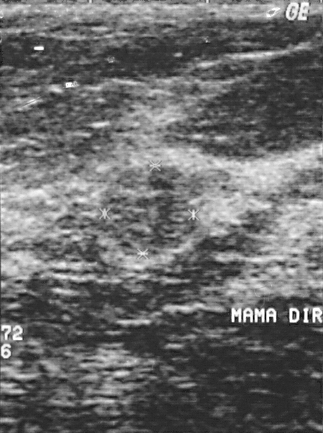
Modality: breast US.
Outcome on biopsy or follow-up: benign. (BI-RADS category 2.)